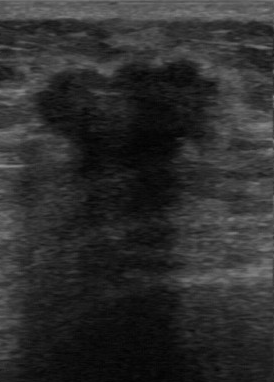
Imaging: breast US.
There are no calcifications. The BI-RADS (first reader) is 4. Echogenicity: hypoechoic. BI-RADS on independent re-read is 4C. The contour is irregular. The outcome on biopsy or follow-up is malignant. Boundary: unclear.